Breast ultrasound. Acquired on GE Logiq 5 @10-12MHz.
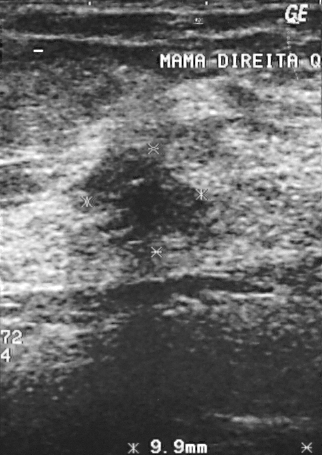
BI-RADS is 5.